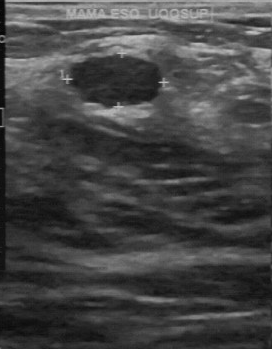
Imaging: breast ultrasound scan.
The independent BI-RADS assessment is 3. Boundary is fairly clear. Outcome on biopsy or follow-up: benign. Echogenicity: hypoechoic. There are no calcifications. The contour is partially regular.